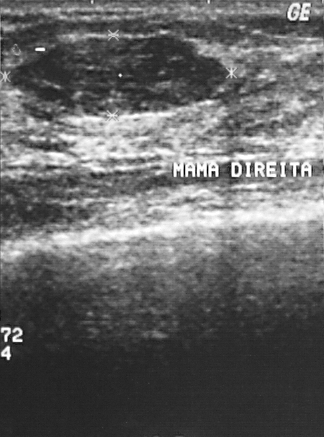
Modality: breast ultrasound scan. Scanner: GE Logiq 5 @10-12MHz.
This breast ultrasound scan shows a mass, benign on biopsy or follow-up. BI-RADS 2.